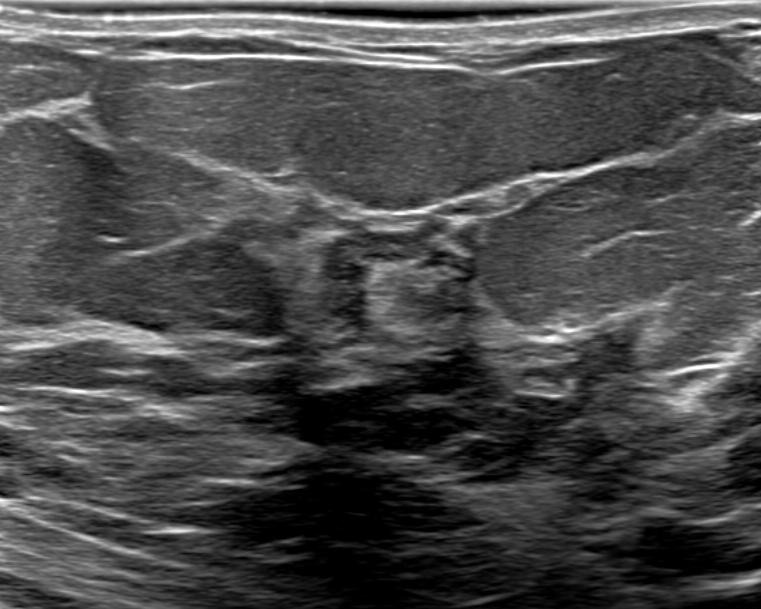
B-mode breast ultrasound.
Finding: mass, benign on biopsy or follow-up.